Modality: B-mode breast ultrasound. Acquired on GE Logiq 7 @10-14MHz.
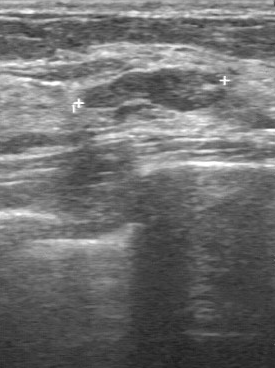
Calcifications are coarse calcifications. The lesion boundary is clear. The independent BI-RADS assessment is 3.